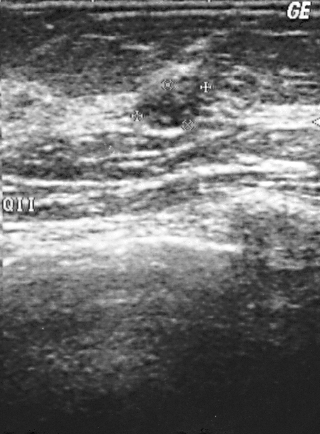
Imaging: breast ultrasound.
FINDINGS: Biopsy or follow-up result: benign. BI-RADS category: 2. Histopathology: cyst.
OUTCOME ON BIOPSY OR FOLLOW-UP: benign.